Breast ultrasound scan.
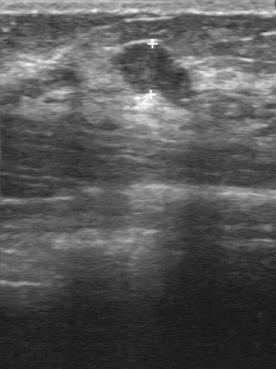
Coordinates are pixels in the 276x369 image. Lesion bounding box: top-left (112, 42), bottom-right (185, 93).